Breast ultrasound image. Background echotexture is heterogeneous: predominantly fat.
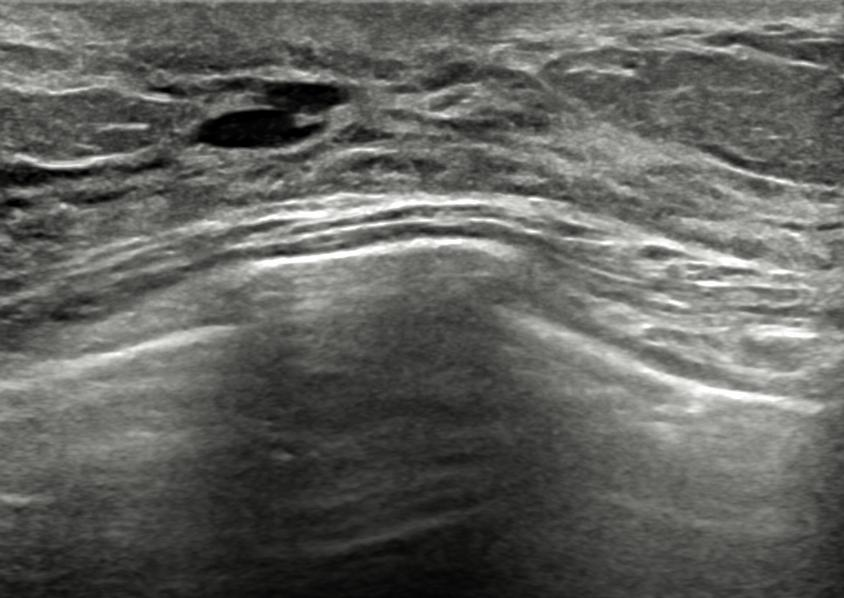
The finding is located within the bounding box top-left (189, 78), bottom-right (344, 151). BI-RADS 2.